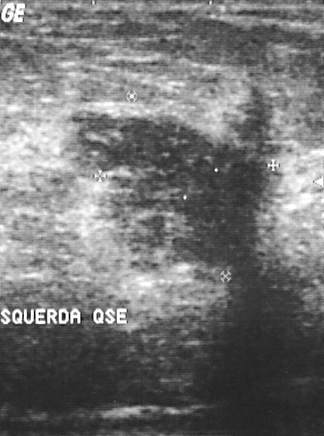
Imaging: breast US.
Biopsy or follow-up result: malignant. BI-RADS 5.